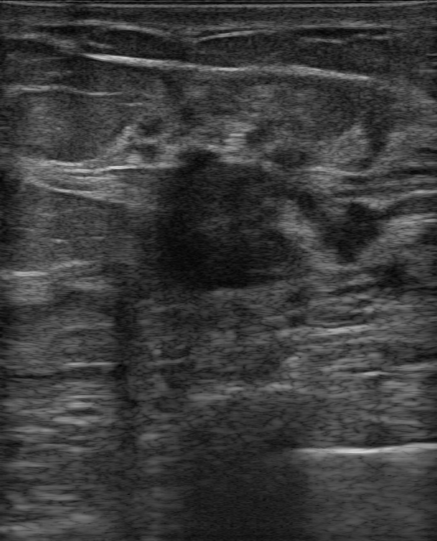
Breast ultrasound.
(coordinates in a 437x541 pixel frame) The mass is located within the bounding box 144 148 317 299. The mass is malignant on biopsy or follow-up.